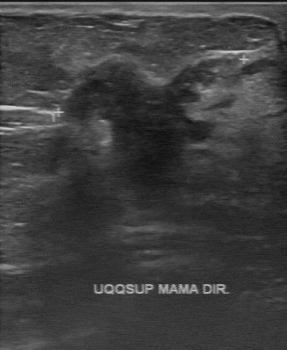
Scanner: GE Logiq 7 @10-14MHz. Modality: breast ultrasound scan.
FINDINGS: BI-RADS category: 5.
OUTCOME ON BIOPSY OR FOLLOW-UP: malignant.